Imaging: B-mode breast ultrasound.
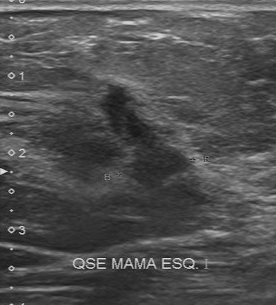
BI-RADS 4 in the original read. A second reader, independent of the original assessment, describes a hypoechoic lesion with an irregular margin; the boundary is unclear. There are no calcifications. The biopsy result was invasive ductal carcinoma; the lesion is malignant.